Imaging: B-mode breast ultrasound.
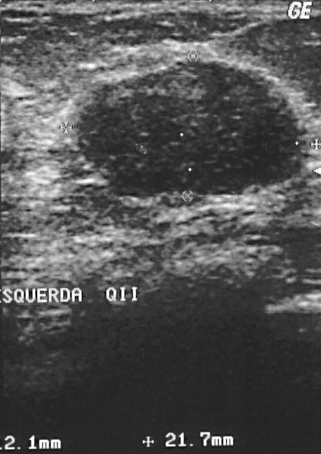
Coordinates are pixels in the 321x454 image. Finding bounding box: top-left (73, 60), bottom-right (300, 198). The finding is benign on biopsy or follow-up.